B-mode breast ultrasound.
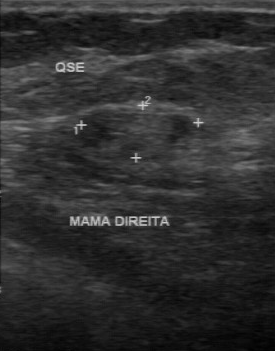
BI-RADS: 4. Confirmed outcome (biopsy or follow-up): malignant.
OUTCOME ON BIOPSY OR FOLLOW-UP: malignant.